Breast ultrasound scan.
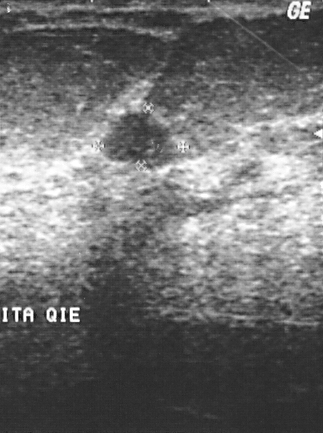
This breast ultrasound scan shows a mass with biopsy result: fibroadenoma, BI-RADS category: 2.